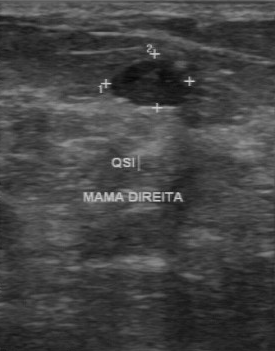
Breast ultrasound scan.
The breast lesion is benign on biopsy or follow-up.